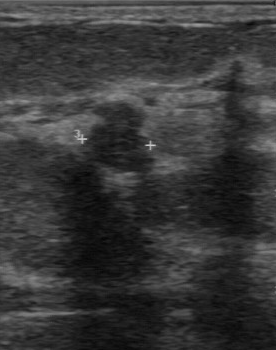
Scanner: GE Logiq 7 @10-14MHz. Breast ultrasound.
This breast ultrasound shows a breast lesion, benign on biopsy or follow-up. (BI-RADS category 4.)